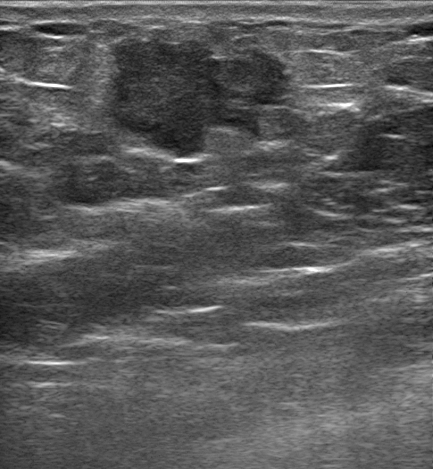
Modality: B-mode breast ultrasound.
Lesion region of interest: [105, 27, 298, 162]. BI-RADS 5.